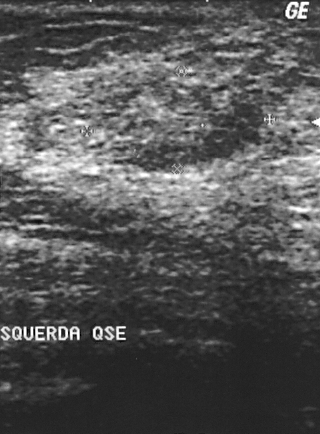
Imaging: B-mode breast ultrasound.
Histopathology: mastitis. Outcome on biopsy or follow-up: benign. BI-RADS category 3.